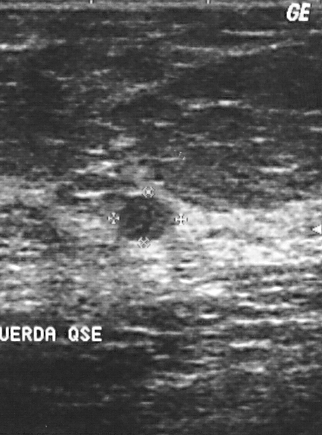
Acquired on GE Logiq 5 @10-12MHz. Imaging: breast sonogram.
Coordinates are pixels in the 322x435 image. Finding bounding box: x1=119, y1=196, x2=169, y2=241. The finding is benign on biopsy or follow-up. BI-RADS 2.